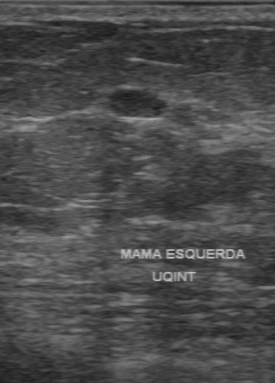
Imaging: breast ultrasound scan.
The breast lesion was assessed as BI-RADS 3 by the original reader. A second reader, independent of the original assessment, describes a hypoechoic breast lesion with a regular margin; the boundary is clear. Pathology confirmed malignant invasive ductal carcinoma.